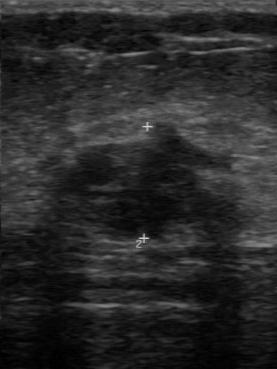
B-mode breast ultrasound. Scanner: GE Logiq 7 @10-14MHz.
BI-RADS 4 in the original read. A second, independent read describes the breast lesion as follows. Echo pattern: hypoechoic. No calcifications are seen. Margin: irregular. Its boundary is unclear. The biopsy result was invasive ductal carcinoma; the breast lesion is malignant.